Modality: breast US. Acquired on GE Logiq 7 @10-14MHz.
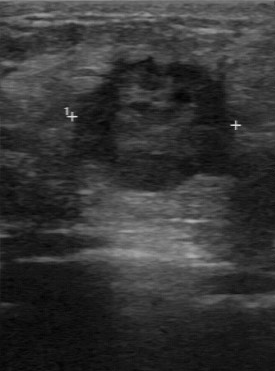
The original reader assigned BI-RADS 4.
A second, independent read describes the lesion as follows.
Echo pattern: hypoechoic.
The margin is partially regular.
Calcifications: none.
The lesion boundary is somewhat unclear.
The biopsy result was invasive ductal carcinoma; the lesion is malignant.